Age 29. Breast ultrasound.
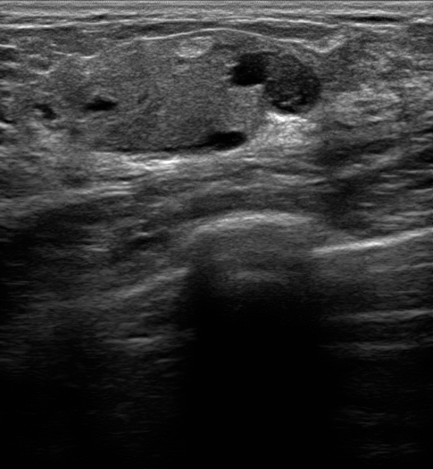
The breast lesion is benign on biopsy or follow-up.